Imaging: breast sonogram.
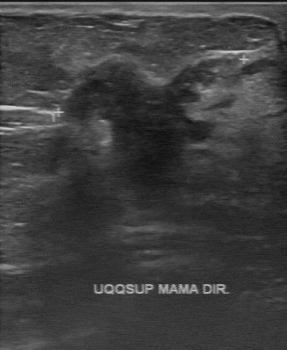
BI-RADS 5 in the original read.
On a second read by an independent reader:
The lesion boundary is unclear.
Internally the lesion is hypoechoic.
Calcifications: suspected.
The margin is irregular.
Histopathology: invasive ductal carcinoma (malignant).